Imaging: breast ultrasound.
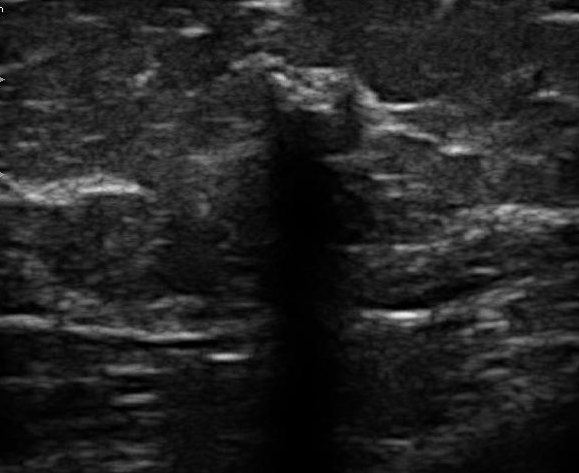
BI-RADS 5 in the original read. Findings on the second read (an independent reader): a hypoechoic breast lesion, margin irregular, boundary unclear. Biopsy showed invasive ductal carcinoma, a malignant finding.